Imaging: breast ultrasound scan.
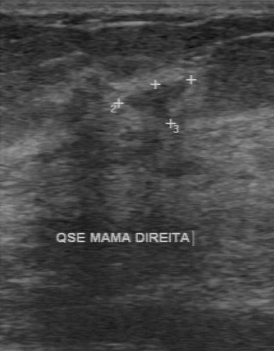
The finding was categorized BI-RADS 4 in the original read. On a second read by an independent reader: Margin: partially regular. The lesion boundary is somewhat unclear. No calcifications are seen. The finding is slightly hypoechoic. The biopsy result was hyperplasia; the finding is benign.